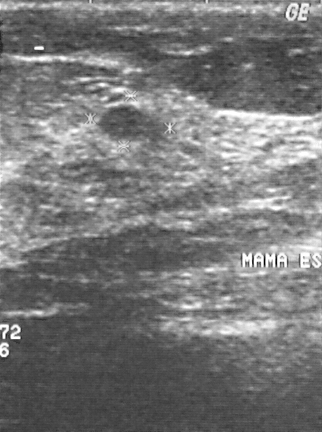
Imaging: breast ultrasound scan.
(coordinates in a 322x432 pixel frame) The mass occupies approximately x1=97, y1=104, x2=155, y2=140. The mass is benign on biopsy or follow-up.